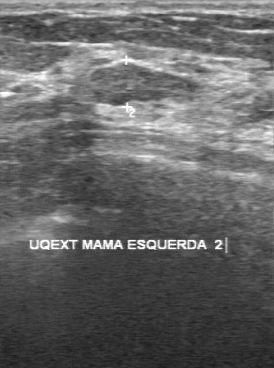
Imaging: breast ultrasound.
Coordinates are pixels in the 274x368 image. The finding occupies approximately (89, 63) to (202, 106). BI-RADS 3.